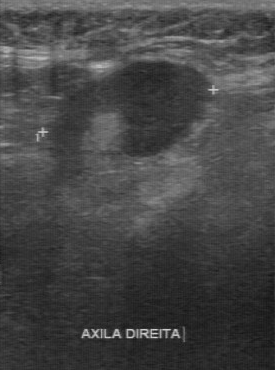
Imaging: B-mode breast ultrasound. Acquired on GE Logiq 7 @10-14MHz.
This B-mode breast ultrasound shows a mass. It was assessed as BI-RADS 4. Pathology confirmed malignant lymphoma.